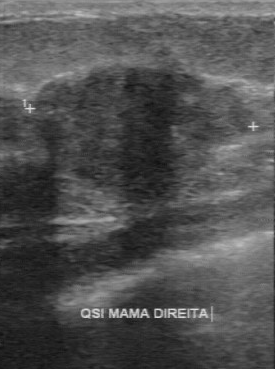
Modality: breast ultrasound scan. Scanner: GE Logiq 7 @10-14MHz.
Lesion margin: partially regular. Confirmed outcome (biopsy or follow-up): malignant. The lesion boundary is somewhat unclear. Echo pattern: hypoechoic. No calcifications are seen.